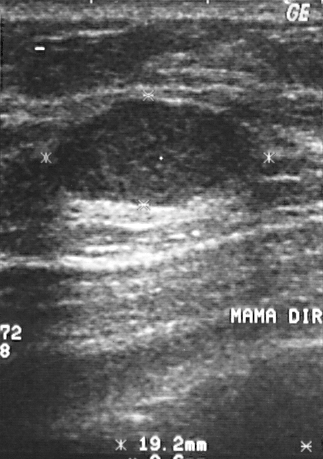
Modality: breast ultrasound scan.
Pixel coordinates (x1, y1, x2, y2): Lesion region of interest: (60, 100) to (262, 205). The breast lesion is benign on biopsy or follow-up.